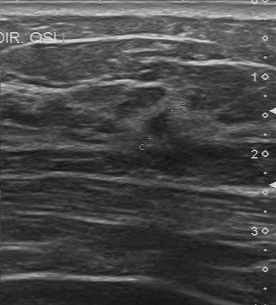
Modality: breast US.
The lesion was assessed as BI-RADS 4 by the original reader.
Descriptors from an independent second read (not the reader who assigned the category):
The margin is partially regular.
Boundary: somewhat unclear.
Echo pattern: slightly hypoechoic.
There are no calcifications.
Histopathology: invasive ductal carcinoma (malignant).